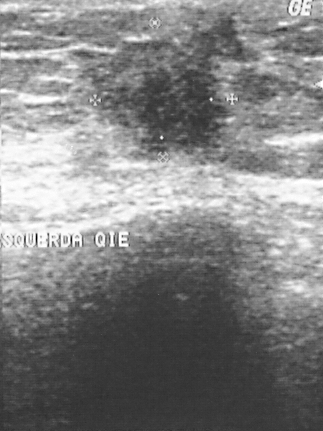
Scanner: GE Logiq 5 @10-12MHz. Imaging: B-mode breast ultrasound.
(coordinates in a 323x431 pixel frame) The mass is located within the bounding box x1=66, y1=7, x2=264, y2=166.